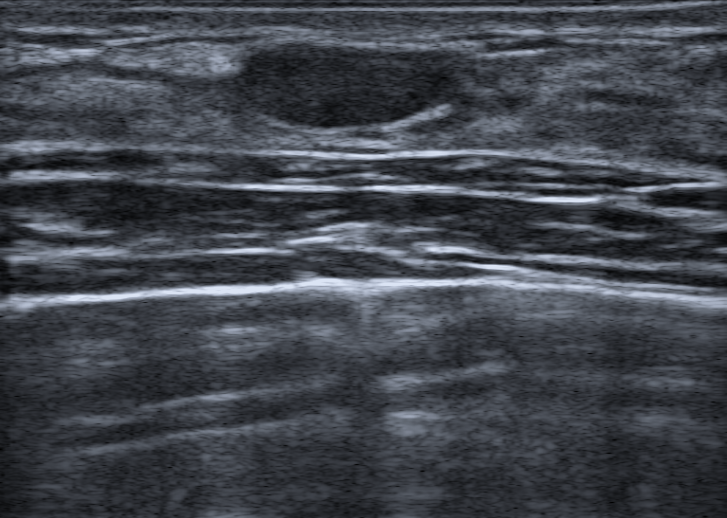
Breast ultrasound scan.
There are no posterior acoustic features. The margin is circumscribed. The breast lesion is hypoechoic. The breast lesion appears oval. Echogenic halo: absent. There are no calcifications. No skin thickening is seen. Verification: follow-up care. Biopsy or follow-up result: benign. BI-RADS assessment: 2.